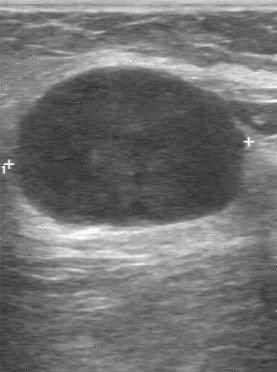
Acquired on GE Logiq 7 @10-14MHz. Modality: breast ultrasound image.
Original-read BI-RADS category: 4. On a second read by an independent reader: Margin: regular. No calcifications are seen. Internally the finding is hypoechoic. Its boundary is clear. Histopathology: adenocarcinoma (malignant).